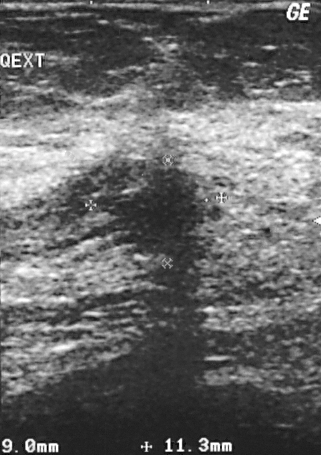
Scanner: GE Logiq 5 @10-12MHz. B-mode breast ultrasound.
Outcome on biopsy or follow-up: malignant. Pathology confirmed invasive ductal carcinoma. BI-RADS category 5.